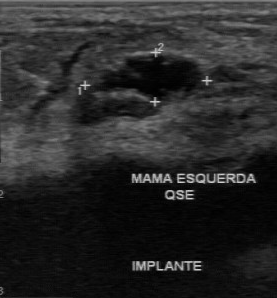
Breast ultrasound scan.
BI-RADS 2 in the original read. Descriptors from an independent second read (not the reader who assigned the category): Margin: regular. Its boundary is clear. Echo pattern: mixed cystic and solid. Calcifications: none. The biopsy result was cyst; the mass is benign.